B-mode breast ultrasound.
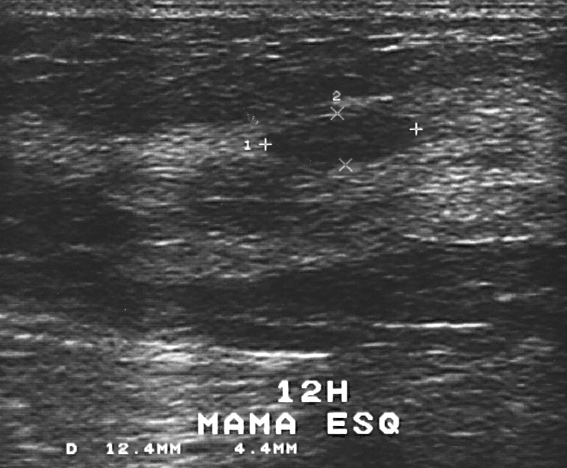
The lesion is assessed as BI-RADS 2.
Biopsy showed fibroadenoma, a benign finding.
Biopsy or follow-up result: benign.